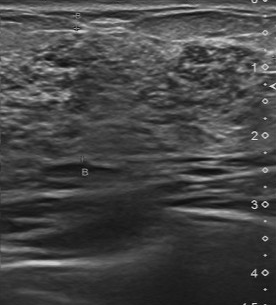
Modality: breast ultrasound scan.
A breast lesion is seen with BI-RADS (second read): 4A.